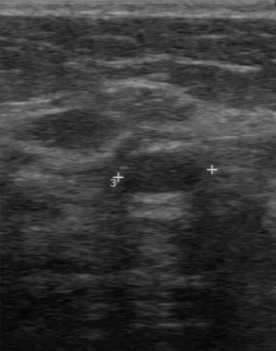
Breast ultrasound scan.
BI-RADS (second read) is 3. BI-RADS (first reader): 3. Internal echoes are hypoechoic. Biopsy or follow-up result is benign.